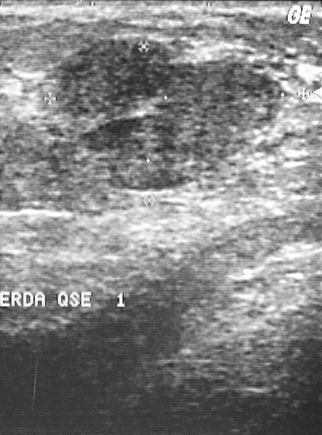
Imaging: breast US.
A mass is present on this breast US. Assessment: BI-RADS 2. Biopsy showed fibroadenoma, a benign finding.